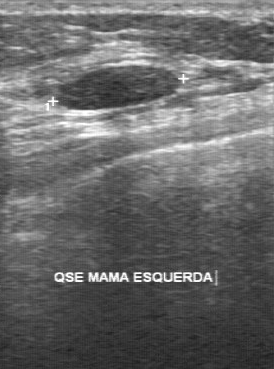
Imaging: breast ultrasound scan.
BI-RADS 3 in the original read; on a second read the margin is regular, the boundary clear and the lesion hypoechoic. Calcifications: none. Biopsy showed fibroadenoma, a benign finding.